Scanner: GE Logiq 5 @10-12MHz. Breast sonogram.
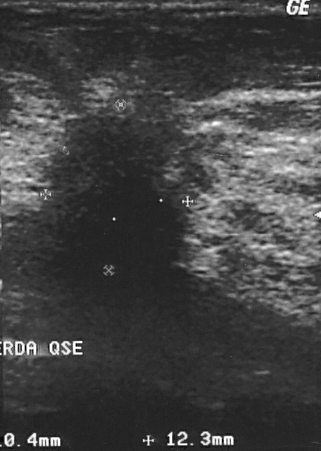
Lesion region of interest: top-left (28, 116), bottom-right (213, 306).